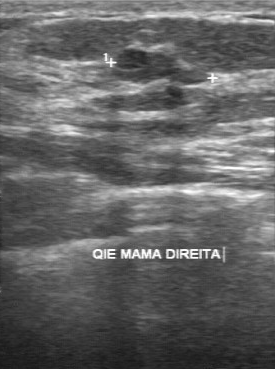
Breast US.
The finding was categorized BI-RADS 3 in the original read. Descriptors from an independent second read (not the reader who assigned the category): Margin: partially regular. Boundary: fairly clear. The finding is slightly hypoechoic. There are no calcifications. Histopathology: fibroadenoma (benign).